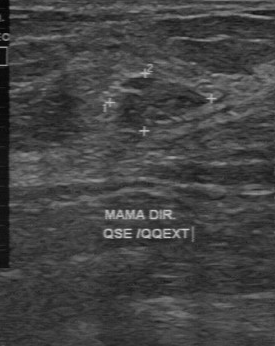
Breast ultrasound. Scanner: GE Logiq 7 @10-14MHz.
BI-RADS 2 in the original read. Findings on the second read (an independent reader): a slightly hypoechoic lesion, margin partially regular, boundary fairly clear. Biopsy showed fibroadenoma, a benign finding.